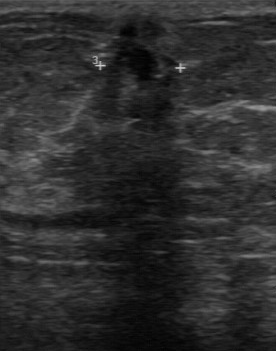
Imaging: breast ultrasound scan.
Outcome on biopsy or follow-up: malignant. (BI-RADS category 4.)